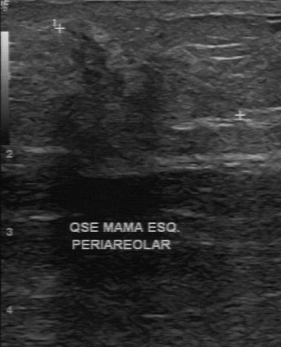
B-mode breast ultrasound. Acquired on GE Logiq 7 @10-14MHz.
Original-read BI-RADS category: 4. Findings on the second read (an independent reader): a slightly hypoechoic lesion, margin irregular, boundary unclear. There are no calcifications. Pathology confirmed malignant invasive lobular carcinoma.